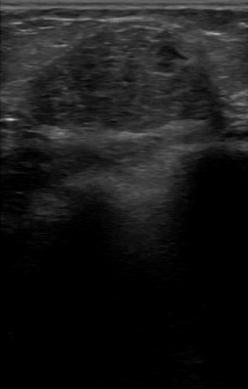
Modality: breast US.
(coordinates in a 248x389 pixel frame) Mass bounding box: (28,27)-(225,134). The mass is malignant on biopsy or follow-up.